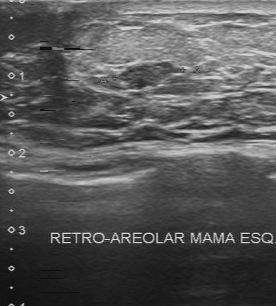
Scanner: Toshiba Aplio 300 @12-14 MHz. Breast US.
Mass bounding box: x1=99, y1=62, x2=175, y2=89. The mass is benign on biopsy or follow-up.